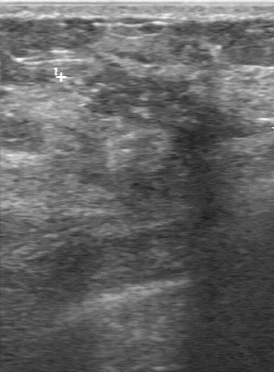
Acquired on GE Logiq 7 @10-14MHz. Breast sonogram.
The lesion was assessed as BI-RADS 4 by the original reader.
A second, independent read describes the lesion as follows.
The margin is irregular.
Its boundary is unclear.
The lesion is slightly hypoechoic.
Calcifications: multiple calcifications.
The biopsy result was invasive ductal carcinoma; the lesion is malignant.